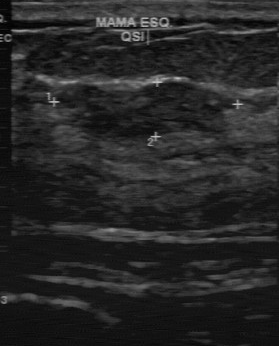
Modality: breast US.
Calcifications are absent. The echo pattern is slightly hypoechoic. Biopsy or follow-up result: benign. Margin: partially regular. The lesion boundary is fairly clear.